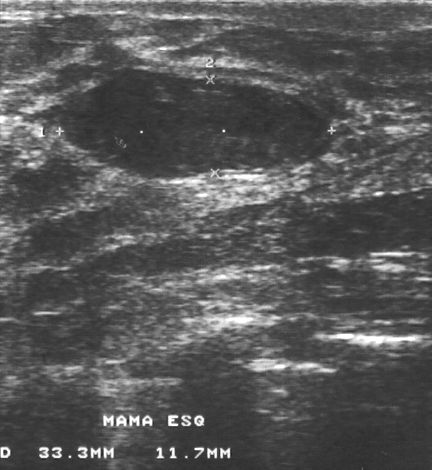
Acquired on GE Logiq 5 @10-12MHz. Breast US.
Biopsy or follow-up result: benign.